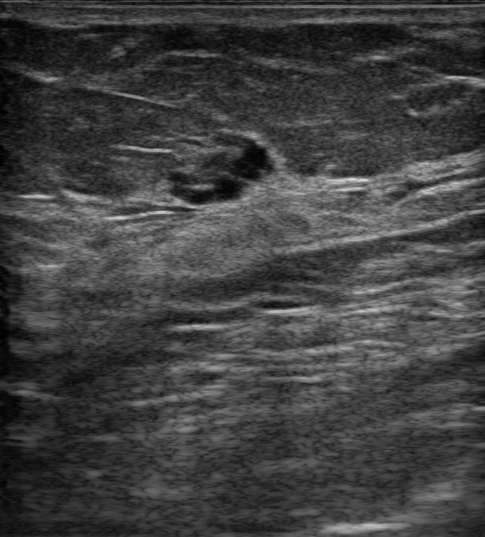
Breast US.
No calcifications are seen. There are no posterior acoustic features. No skin thickening is seen. No echogenic halo is seen. Shape: oval. Margins are circumscribed. The mass is of complex cystic and solid echotexture. Radiologist's impression: Cyst filled with thick fluid; Dysplasia; Duct filled with thick fluid; Mammary duct ectasia. Verification: follow-up care. The mass is benign on biopsy or follow-up. BI-RADS assessment: 2.